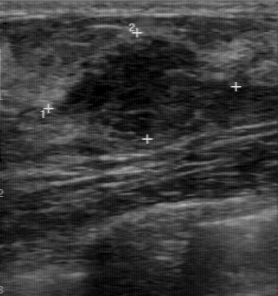
Imaging: breast ultrasound. Acquired on GE Logiq 7 @10-14MHz.
Breast lesion: benign on biopsy or follow-up. (BI-RADS category 4.)